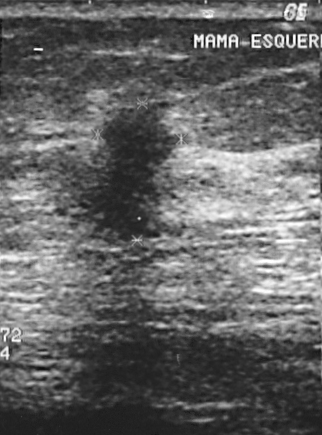
Breast US.
Coordinates are pixels in the 322x435 image. The breast lesion occupies approximately (71,102)-(185,241).